Breast sonogram. Acquired on Toshiba Aplio 300 @12-14 MHz.
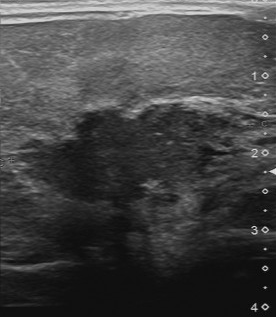
The finding demonstrates hypoechoic internal echoes, irregular contour, unclear boundary, calcifications: suspected.